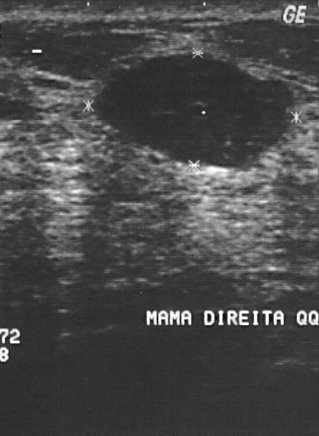
Imaging: breast ultrasound image.
Pathology confirmed fibroadenoma. Assigned BI-RADS 2. Biopsy or follow-up result: benign.